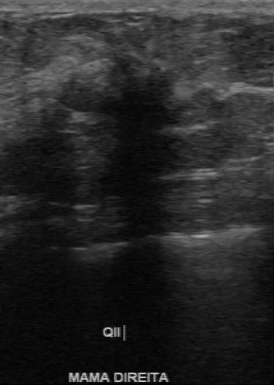
Modality: breast ultrasound.
The breast lesion was assessed as BI-RADS 4 by the original reader. Descriptors from an independent second read (not the reader who assigned the category): The breast lesion has an irregular margin. The breast lesion is hypoechoic. The lesion boundary is unclear. Calcifications: none. Biopsy showed invasive ductal carcinoma, a malignant finding.